Imaging: breast ultrasound image. Acquired on GE Logiq 7 @10-14MHz.
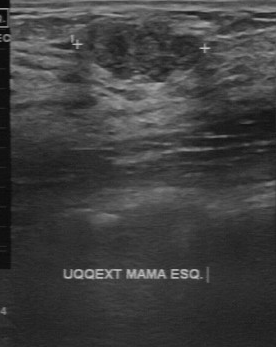
- lesion margin: partially regular
- independent BI-RADS assessment: 4A
- lesion boundary: fairly clear
- biopsy result: cyst
- calcifications: none
- echogenicity: heterogeneous